Modality: B-mode breast ultrasound.
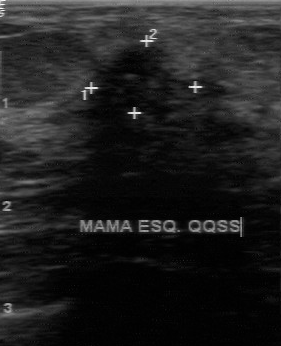
Lesion: malignant on biopsy or follow-up.